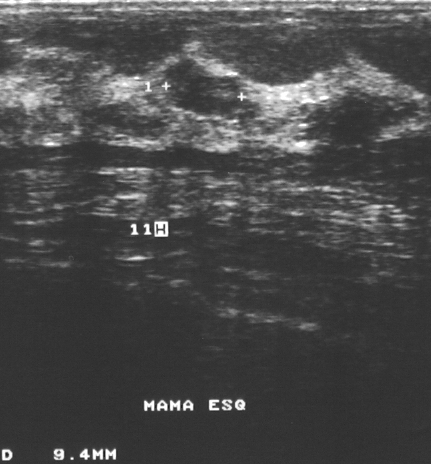
Breast ultrasound image.
The mass is assessed as BI-RADS 3. Biopsy or follow-up result: benign. Biopsy showed fibroadenoma.